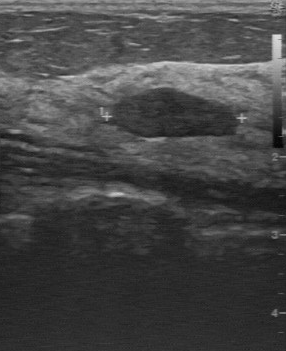
Modality: breast ultrasound image.
BI-RADS 2 in the original read; on a second read the margin is regular, the boundary clear and the finding slightly hypoechoic. Biopsy showed fibroadenoma, a benign finding.